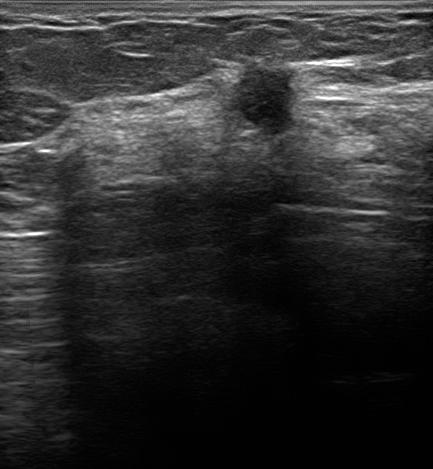
Imaging: breast ultrasound scan.
This breast ultrasound scan shows a lesion, malignant on biopsy or follow-up.